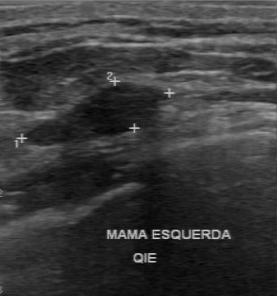
Acquired on GE Logiq 7 @10-14MHz. Modality: B-mode breast ultrasound.
Mass: benign on biopsy or follow-up. (BI-RADS category 2.)